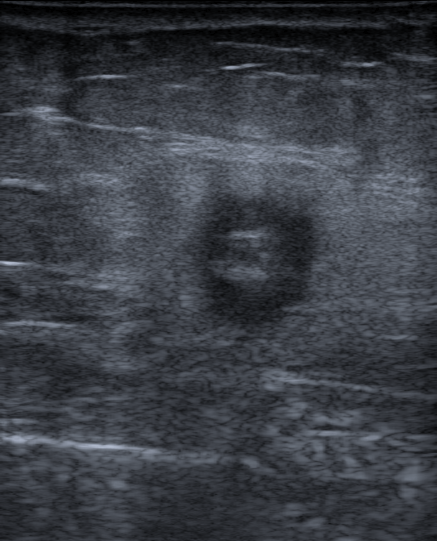
Modality: breast US.
Echogenicity: hypoechoic.
Margin: not circumscribed, spiculated and indistinct.
There is an echogenic halo.
Calcifications: in a mass.
Posterior features: none.
There is no skin thickening.
Shape: irregular.
Biopsy or follow-up result: malignant.
BI-RADS category 4C.